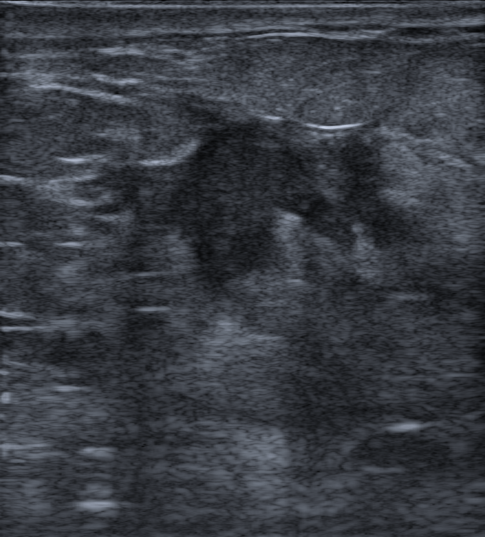
52-year-old patient. Modality: breast US.
Breast US findings:
- BI-RADS category: 5
- posterior acoustic features: shadowing
- radiologic interpretation: Suspicion of malignancy
- skin thickening: none
- biopsy or follow-up result: malignant
- echotexture: hypoechoic
- lesion margin: not circumscribed - spiculated and indistinct
- echogenic halo: absent
- calcifications: absent